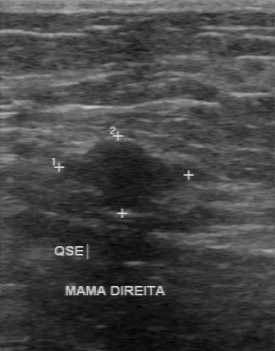
Breast sonogram.
Finding: breast lesion, benign on biopsy or follow-up. (BI-RADS category 4.)